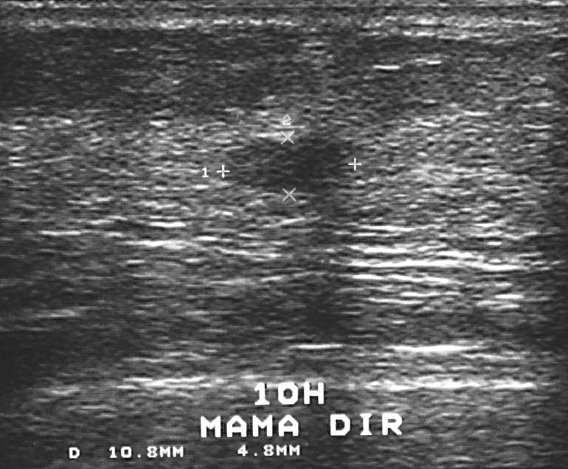
Imaging: breast US. Scanner: GE Logiq 5 @10-12MHz.
Assigned BI-RADS 3.
Biopsy or follow-up result: benign.
The biopsy result was fibroadenoma; the mass is benign.